Modality: breast US.
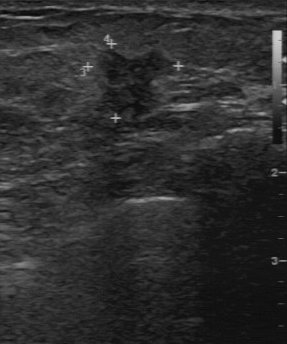
The lesion was categorized BI-RADS 4 in the original read. The following findings are from a second reader, independent of the original assessment. Margin: partially regular. Its boundary is fairly clear. Echo pattern: slightly hypoechoic. No calcifications are seen. The biopsy result was invasive ductal carcinoma; the lesion is malignant.